Modality: breast ultrasound scan.
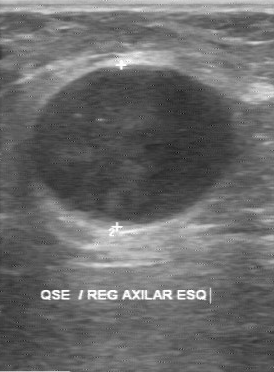
Confirmed outcome (biopsy or follow-up) is malignant. BI-RADS: 4.